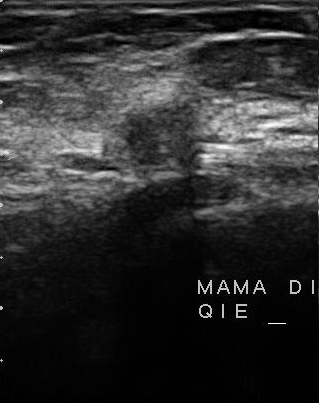
Acquired on U-Systems @10-14MHz. Imaging: B-mode breast ultrasound.
Pathology: invasive ductal carcinoma. Calcifications are absent. BI-RADS on independent re-read: 4B. The echo pattern is slightly hypoechoic. Confirmed outcome (biopsy or follow-up) is malignant. Boundary: somewhat unclear.